Acquired on GE Logiq 5 @10-12MHz. Modality: breast sonogram.
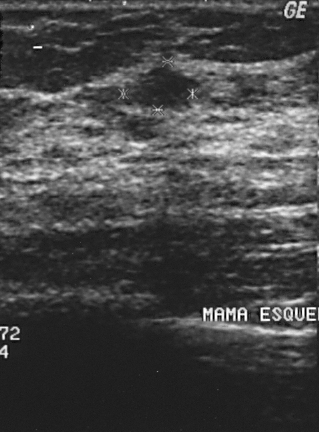
Histopathology: fibroadenoma (benign). This lesion proved benign on biopsy or follow-up. BI-RADS assessment: 2.